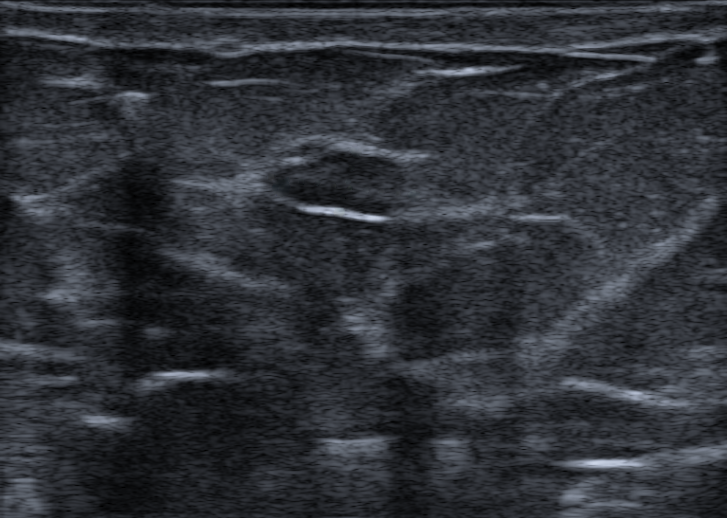
Background echotexture is heterogeneous: predominantly fibroglandular. Imaging: breast ultrasound. Patient age: 32.
Calcifications: none. The skin thickening is absent. Echotexture: heterogeneous. Posterior acoustic features: none. The borders are circumscribed. BI-RADS is 3. Shape: oval. Echogenic halo: none.